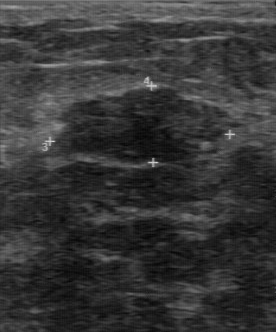
Imaging: breast sonogram.
The BI-RADS (first reader) is 4. No calcifications are seen. The confirmed outcome (biopsy or follow-up) is benign. The boundary is fairly clear. Independent BI-RADS assessment: 3.